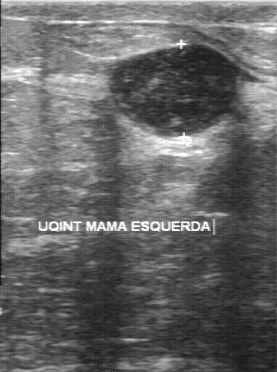
Breast ultrasound scan.
Original-read BI-RADS category: 4. A second reader, independent of the original assessment, describes a hypoechoic finding with a regular margin; the boundary is clear. Calcifications: suspected. The biopsy result was mastitis; the finding is benign.